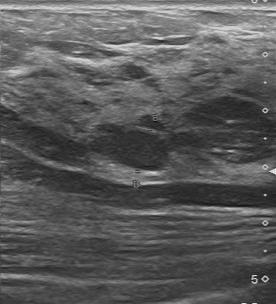
Imaging: breast US. Scanner: Toshiba Aplio 300 @12-14 MHz.
Outcome on biopsy or follow-up is benign. BI-RADS assessment is 3. The pathology is fibroadenoma.